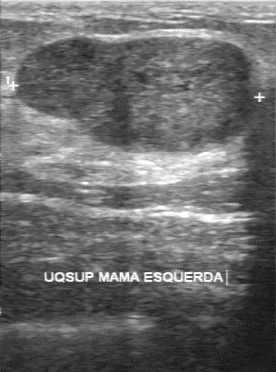
B-mode breast ultrasound.
Pathology: fibroadenoma. The outcome on biopsy or follow-up is benign. The BI-RADS assessment is 4.